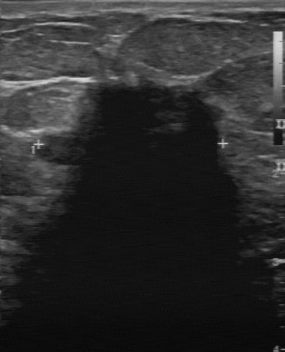
Imaging: B-mode breast ultrasound.
- echo pattern: hypoechoic
- boundary: unclear
- calcifications: absent
- margin: irregular